Imaging: breast sonogram.
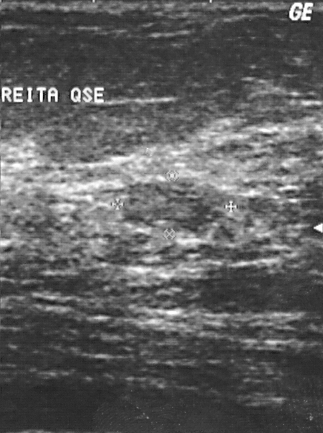
This breast sonogram shows a finding. BI-RADS category 3. The biopsy result was fibroadenoma; the finding is benign.